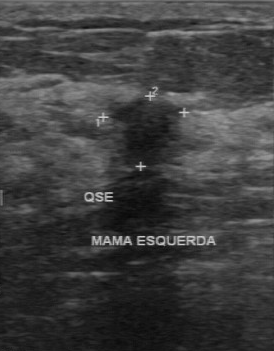
Scanner: GE Logiq 7 @10-14MHz. Imaging: B-mode breast ultrasound.
Biopsy or follow-up result: malignant.